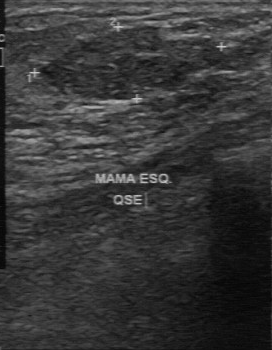
Breast ultrasound.
Lesion characteristics:
- outcome on biopsy or follow-up: benign
- histopathology: fibroadenoma
- BI-RADS: 2